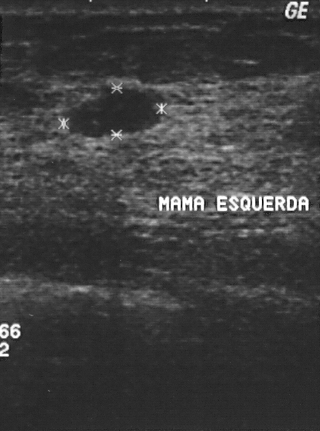
Breast US. Acquired on GE Logiq 5 @10-12MHz.
Biopsy or follow-up result: benign.